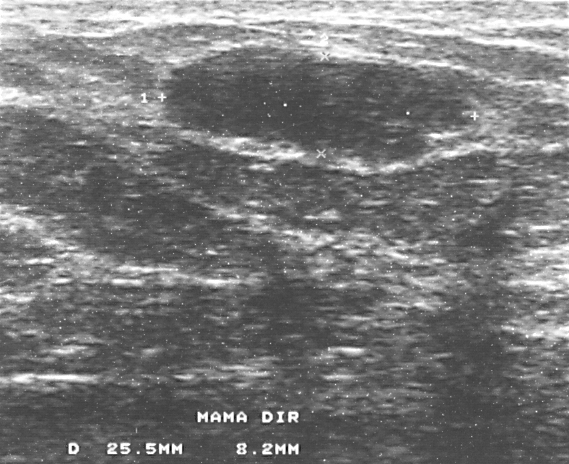
Breast ultrasound scan.
Coordinates are pixels in the 569x464 image. The mass occupies approximately (157, 45) to (479, 165). BI-RADS 3.